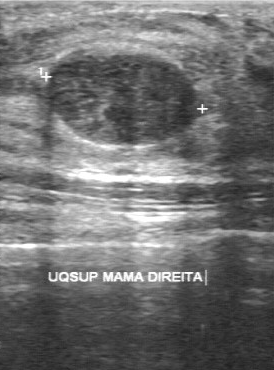
Scanner: GE Logiq 7 @10-14MHz. Breast ultrasound scan.
Coordinates are pixels in the 274x370 image. The breast lesion is located within the bounding box 40 53 204 147.